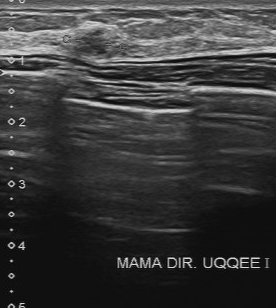
Imaging: breast ultrasound image.
FINDINGS: Breast ultrasound image. Outcome on biopsy or follow-up: benign. BI-RADS: 4. Histopathology: fibrocystic changes.
OUTCOME ON BIOPSY OR FOLLOW-UP: benign.